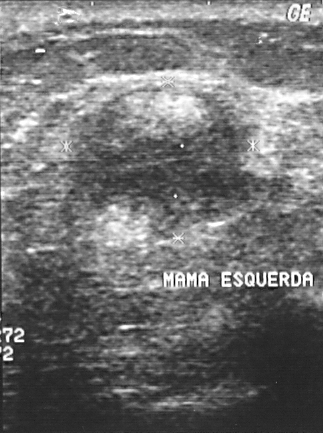
Scanner: GE Logiq 5 @10-12MHz. Imaging: breast ultrasound.
Mass: malignant on biopsy or follow-up. (BI-RADS category 4.)